Breast US.
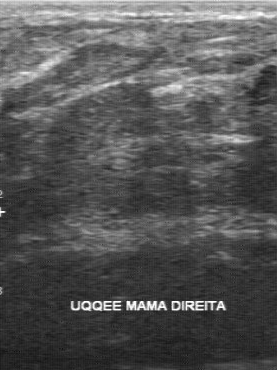
The original reader assigned BI-RADS 4. Findings on the second read (an independent reader): an isoechoic lesion, margin regular, boundary somewhat unclear. Biopsy showed fibroadenoma, a benign finding.